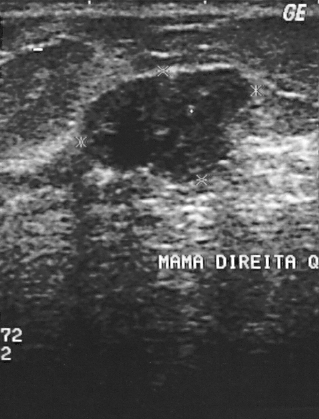
Breast ultrasound.
Segment the mass: bounding box x1=84, y1=69, x2=250, y2=181. The mass is benign on biopsy or follow-up. BI-RADS 2.